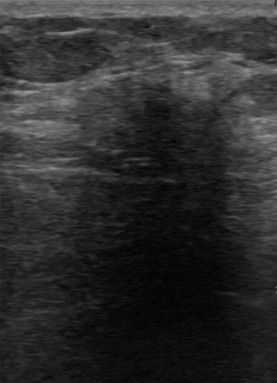
Imaging: breast US.
Breast US findings:
- boundary: unclear
- contour: irregular
- calcifications: none
- echo pattern: slightly hypoechoic
- outcome on biopsy or follow-up: malignant